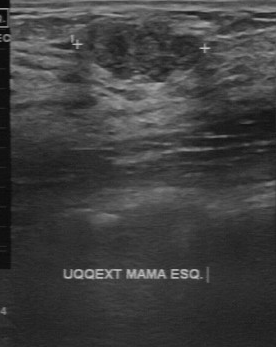
Breast sonogram.
The lesion is located within the bounding box top-left (85, 22), bottom-right (201, 80).